Imaging: B-mode breast ultrasound.
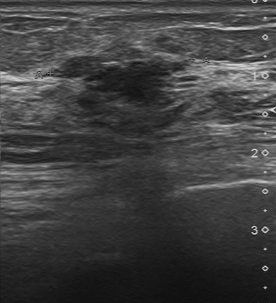
Coordinates are pixels in the 276x303 image. Segment the lesion: bounding box (51,44)-(200,108). BI-RADS 4.